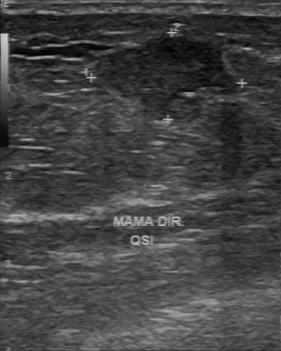
Modality: breast ultrasound scan.
A mass is seen with fairly clear boundary, partially regular lesion margin, independent BI-RADS assessment: 4A, original BI-RADS: 4.